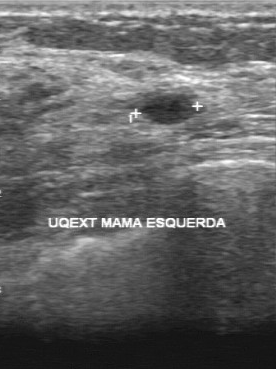
Imaging: breast sonogram.
Lesion characteristics:
- boundary: clear
- internal echoes: slightly hypoechoic
- calcifications: none
- second-reader BI-RADS: 2
- confirmed outcome (biopsy or follow-up): benign
- contour: regular